Modality: breast ultrasound image.
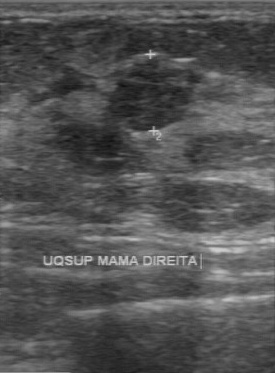
The mass is located within the bounding box 109 58 198 131.